Acquired on GE Logiq 5 @10-12MHz. B-mode breast ultrasound.
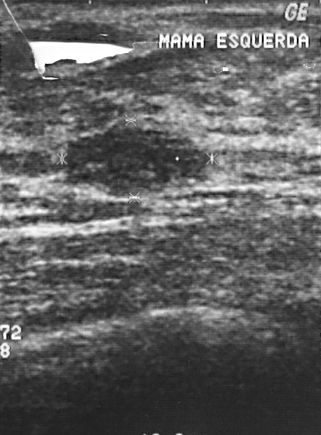
This B-mode breast ultrasound shows a mass, benign on biopsy or follow-up. BI-RADS 2.